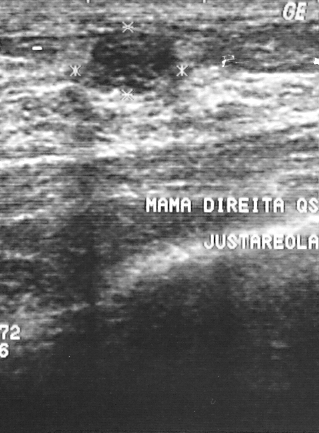
Imaging: B-mode breast ultrasound.
The mass demonstrates BI-RADS assessment: 2, biopsy or follow-up result: benign.